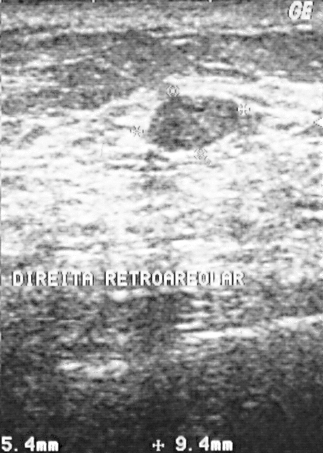
Breast ultrasound.
Confirmed outcome (biopsy or follow-up): benign. BI-RADS: 2.
OUTCOME ON BIOPSY OR FOLLOW-UP: benign.